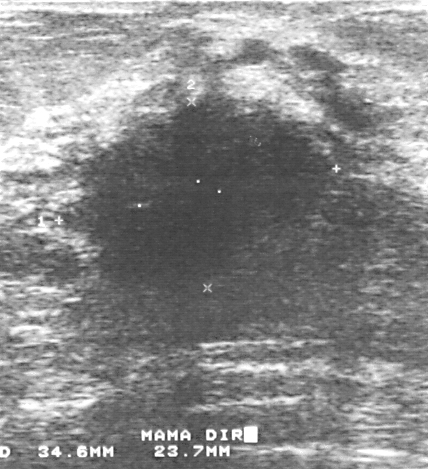
Modality: B-mode breast ultrasound. Scanner: GE Logiq 5 @10-12MHz.
Finding: lesion, malignant on biopsy or follow-up.